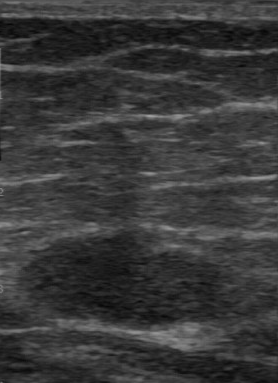
Imaging: breast sonogram.
Lesion characteristics:
- BI-RADS: 3